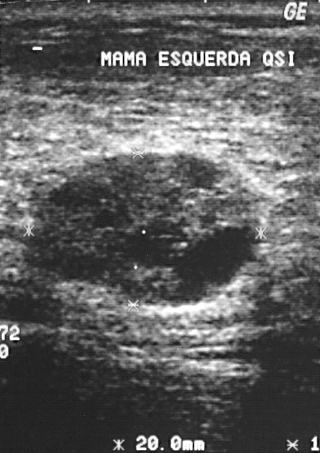
Breast ultrasound scan.
BI-RADS assessment is 3. Biopsy result: cyst.